Modality: breast US. Acquired on GE Logiq 7 @10-14MHz.
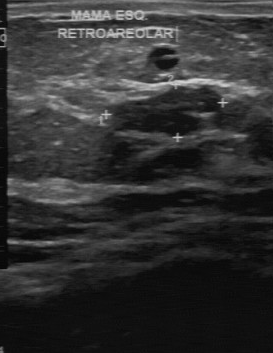
FINDINGS: Biopsy result: fibroadenoma. Outcome on biopsy or follow-up: benign. Lesion margin: partially regular. Calcifications: none. Echogenicity: hypoechoic. Boundary: fairly clear.
OUTCOME ON BIOPSY OR FOLLOW-UP: benign.